Modality: breast ultrasound image.
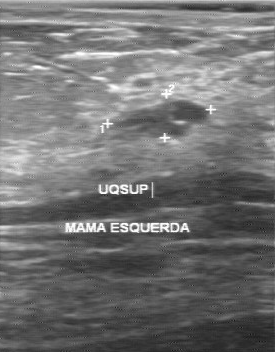
A lesion is seen with histopathology: cyst, confirmed outcome (biopsy or follow-up): benign, BI-RADS: 3.